Imaging: breast ultrasound scan.
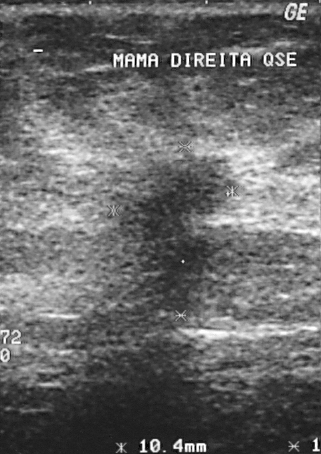
This breast ultrasound scan shows a finding, malignant on biopsy or follow-up. (BI-RADS category 4.)